Breast ultrasound image.
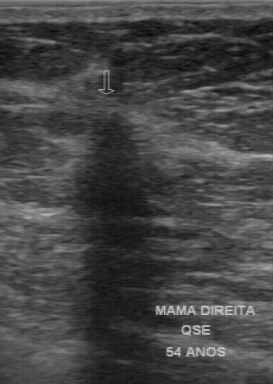
The breast lesion occupies approximately x1=59, y1=113, x2=179, y2=222. The breast lesion is malignant on biopsy or follow-up.